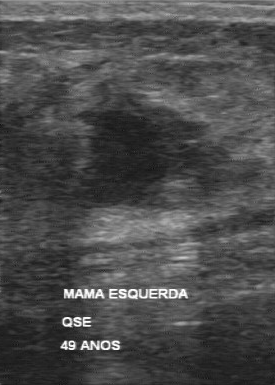
Imaging: breast ultrasound image.
The mass is malignant on biopsy or follow-up.